Modality: breast sonogram. Acquired on GE Logiq 7 @10-14MHz.
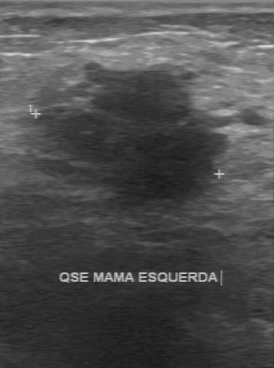
- BI-RADS category: 4